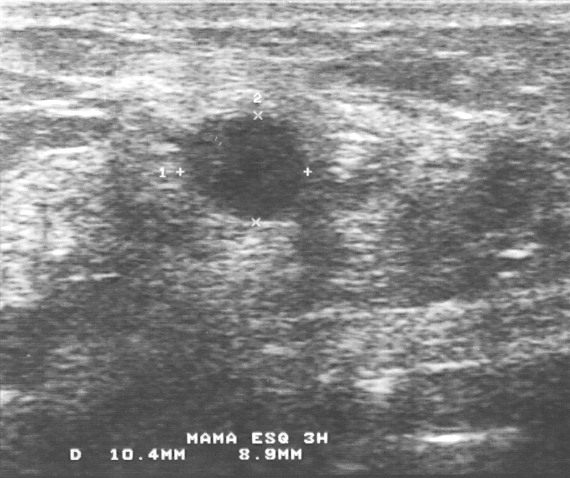
Imaging: breast ultrasound scan.
This breast ultrasound scan shows a finding, malignant on biopsy or follow-up. BI-RADS 3.